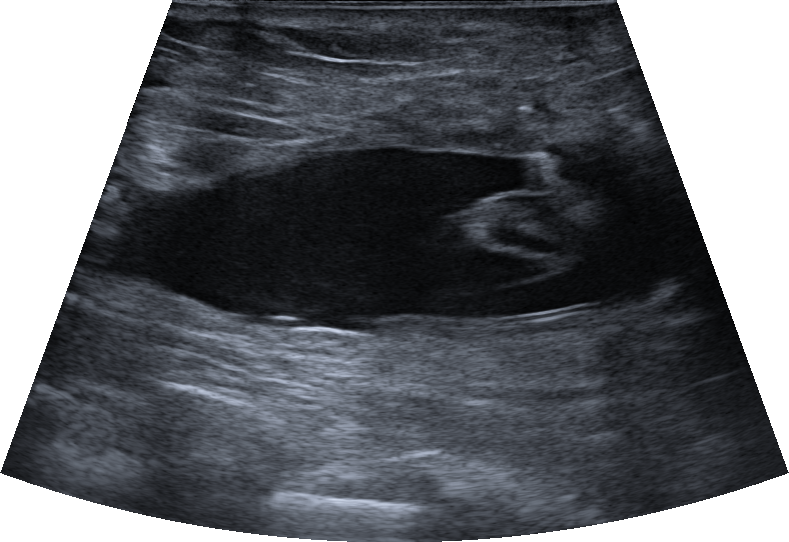
Imaging: breast US.
The breast lesion is oval and anechoic; its margin is circumscribed. Posterior features: enhancement. Skin thickening is present. BI-RADS assessment: 2; biopsy or follow-up result: benign. Differential on reading: Seroma. The finding was confirmed by follow-up care.